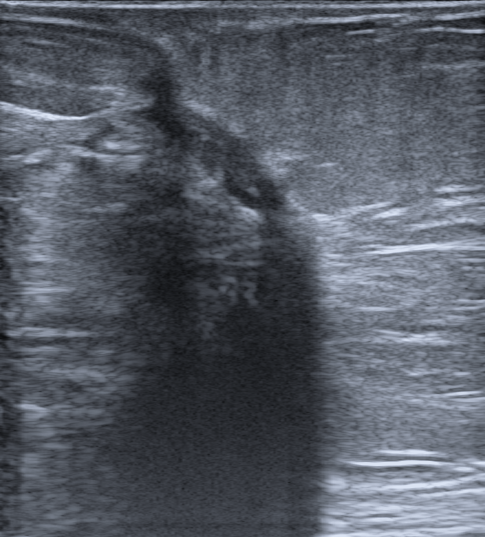
Breast sonogram.
The finding is assessed as BI-RADS 2.
Differential on reading: Hematoma; Breast scar (surgery).
The finding appears irregular.
The finding has indistinct margins.
The finding is hypoechoic.
Posterior shadowing is present.
No echogenic halo is seen.
Calcifications: indefinable.
Skin thickening is present.